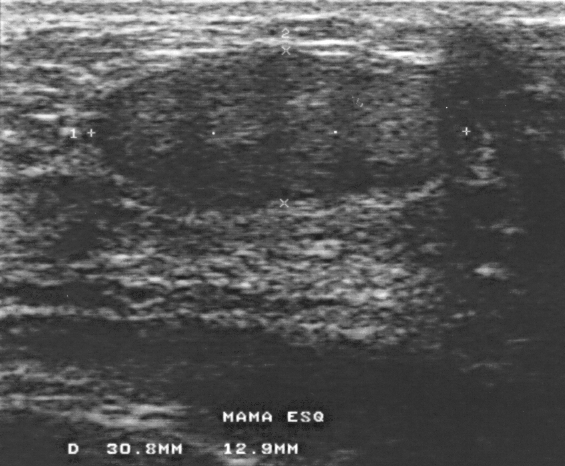
Modality: breast US.
This breast US shows a finding. BI-RADS category 2. The biopsy result was fibroadenoma; the finding is benign.